Breast ultrasound scan.
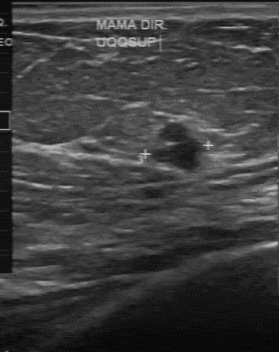
A finding is seen with outcome on biopsy or follow-up: benign, BI-RADS assessment: 2.